Breast US.
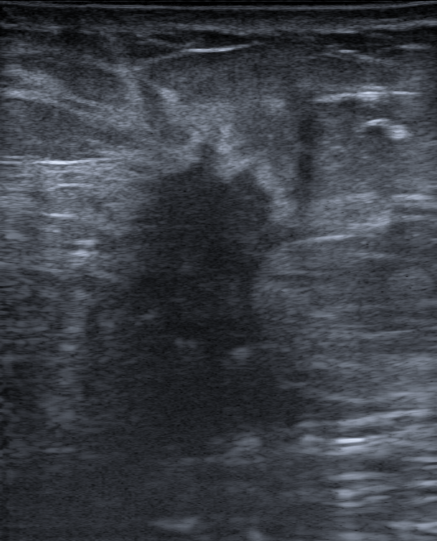
Pixel coordinates (x1, y1, x2, y2): Breast lesion bounding box: (97, 133) to (294, 357).